Modality: breast ultrasound.
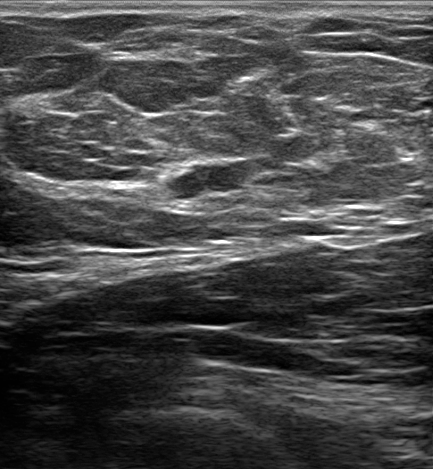
- lesion margin: not circumscribed - indistinct
- confirmed outcome (biopsy or follow-up): malignant
- BI-RADS: 4B
- skin thickening: absent
- radiologist impression: Suspicion of malignancy; Dysplasia; Fibroadenoma; Intraductal papilloma
- echogenic halo: none
- verification: confirmed by biopsy
- posterior features: absent
- echogenicity: hypoechoic
- shape: irregular
- calcifications: absent